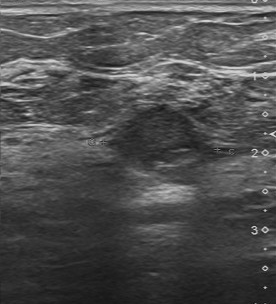
Acquired on Toshiba Aplio 300 @12-14 MHz. Breast US.
The boundary is fairly clear. Contour is partially regular. No calcifications are seen. Confirmed outcome (biopsy or follow-up) is benign. Internal echoes: slightly hypoechoic. BI-RADS (second read) is 4A.